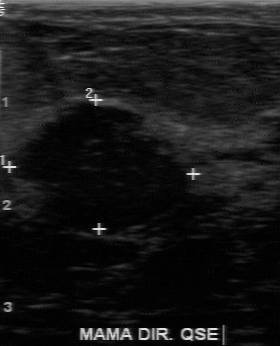
Imaging: breast US.
BI-RADS: 3. The outcome on biopsy or follow-up is benign. Pathology: fibroadenoma.